Breast US.
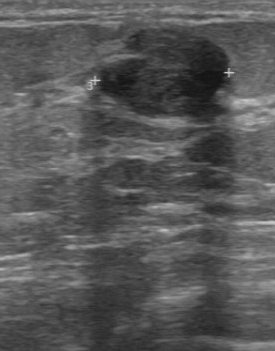
Pixel coordinates (x1, y1, x2, y2): Lesion region of interest: x1=98, y1=28, x2=230, y2=118. The finding is benign on biopsy or follow-up. BI-RADS 3.